Acquired on GE Logiq 7 @10-14MHz. Modality: breast ultrasound scan.
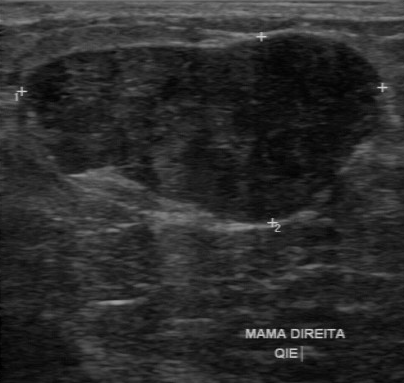
Pixel coordinates (x1, y1, x2, y2): The mass occupies approximately (22, 32) to (383, 224). The mass is benign on biopsy or follow-up. BI-RADS 3.